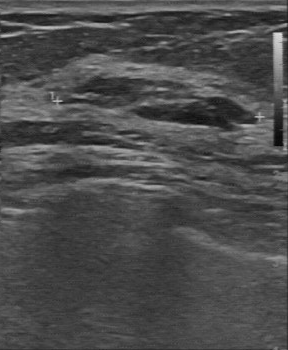
Imaging: breast sonogram. Acquired on GE Logiq 7 @10-14MHz.
Biopsy or follow-up result: benign. BI-RADS 2.